Imaging: breast ultrasound scan.
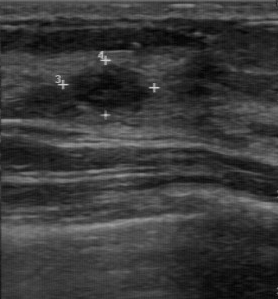
FINDINGS: Breast ultrasound scan. Histopathology: sclerosing adenosis. Calcifications: absent. Contour: regular. Echogenicity: hypoechoic. Lesion boundary: clear.